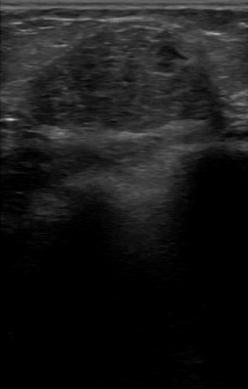
Modality: breast US.
FINDINGS: Breast US. BI-RADS assessment: 4. Histopathology: mucinous carcinoma. Biopsy or follow-up result: malignant.
OUTCOME ON BIOPSY OR FOLLOW-UP: malignant.